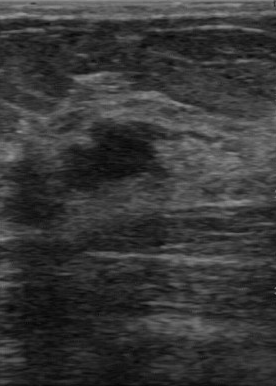
Acquired on GE Logiq 7 @10-14MHz. Imaging: breast US.
The breast lesion demonstrates BI-RADS assessment: 4, biopsy result: fibroadenoma.